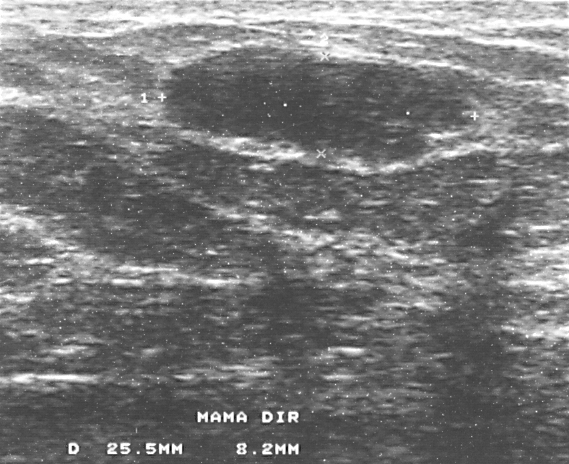
Modality: breast ultrasound scan.
This breast ultrasound scan shows a breast lesion. It was assessed as BI-RADS 3. Histopathology: fibroadenoma (benign).